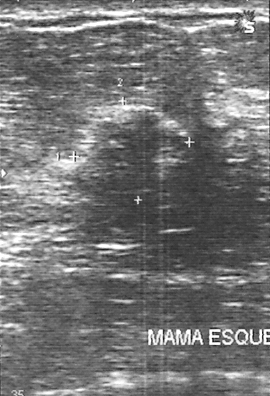
Imaging: breast ultrasound image.
BI-RADS assessment is 4.